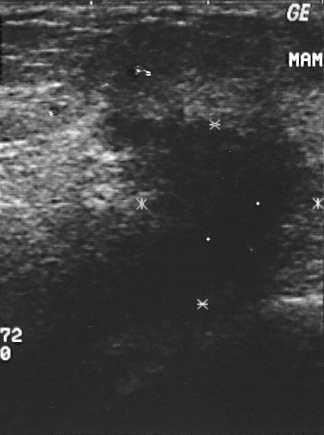
Breast US.
This breast US shows a finding, malignant on biopsy or follow-up.